Modality: breast ultrasound scan.
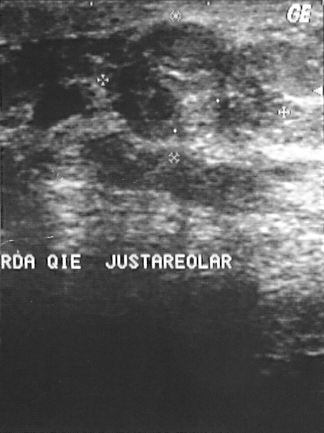
(coordinates in a 324x433 pixel frame) Segment the mass: bounding box x1=99, y1=20, x2=267, y2=140.